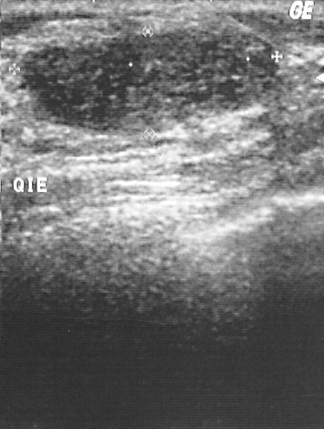
Imaging: B-mode breast ultrasound.
This B-mode breast ultrasound shows a lesion with BI-RADS assessment: 2.